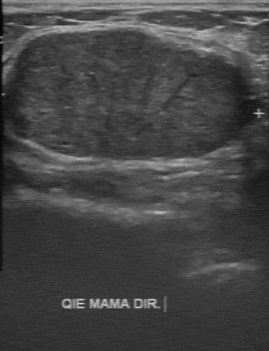
Breast sonogram.
FINDINGS: Breast sonogram. Calcifications: absent. Boundary: clear. BI-RADS on independent re-read: 4A. Echogenicity: slightly hypoechoic. Biopsy or follow-up result: benign.
OUTCOME ON BIOPSY OR FOLLOW-UP: benign.